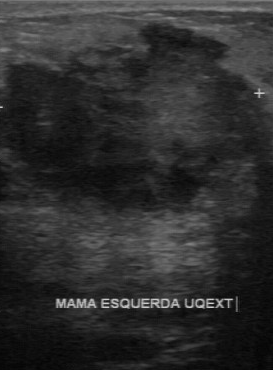
Scanner: GE Logiq 7 @10-14MHz. B-mode breast ultrasound.
Segment the finding: bounding box x1=1, y1=22, x2=261, y2=213.